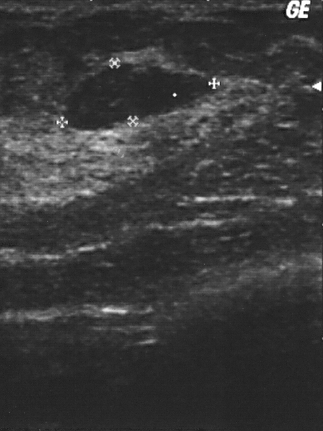
Breast ultrasound scan.
Outcome on biopsy or follow-up: benign.
Histopathology: fibroadenoma.
BI-RADS assessment: 2.